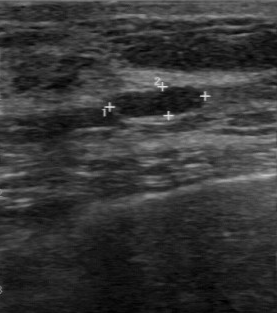
Modality: breast ultrasound.
Breast lesion: benign on biopsy or follow-up.